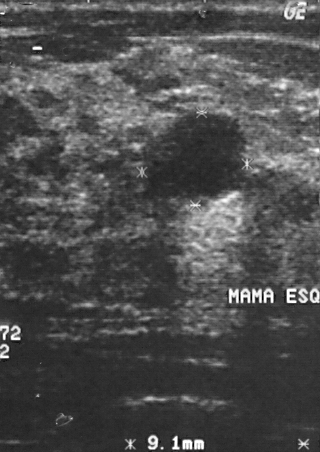
Imaging: breast ultrasound image.
The mass is benign on biopsy or follow-up. (BI-RADS category 2.)